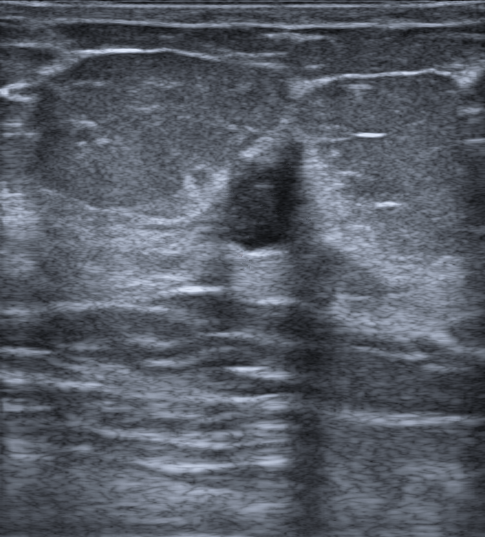
Background tissue composition: heterogeneous: predominantly fat. Age 50. Breast US.
Pixel coordinates (x1, y1, x2, y2): The lesion is located within the bounding box (195, 139) to (313, 251). BI-RADS 4B.